Breast ultrasound. Scanner: GE Logiq 7 @10-14MHz.
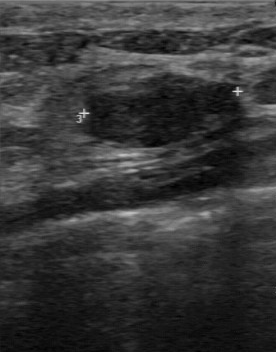
Coordinates are pixels in the 276x352 image. Lesion bounding box: 86 76 236 148. The lesion is benign on biopsy or follow-up.